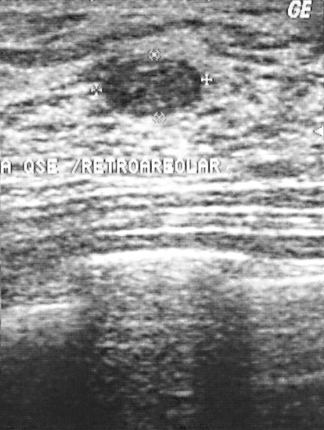
Imaging: breast ultrasound image.
Breast ultrasound image findings:
- BI-RADS: 2
- biopsy or follow-up result: benign